Scanner: GE Logiq 7 @10-14MHz. Imaging: B-mode breast ultrasound.
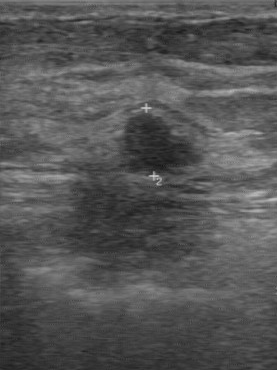
Lesion characteristics:
- confirmed outcome (biopsy or follow-up): benign
- echo pattern: hypoechoic
- boundary: clear
- calcifications: absent
- margin: irregular